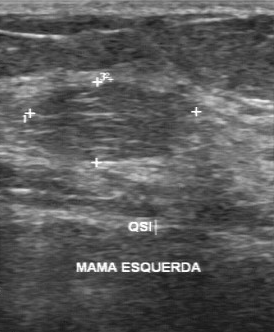
Imaging: breast ultrasound image.
FINDINGS: Breast ultrasound image. Calcifications: absent. Contour: partially regular. Lesion boundary: fairly clear. Internal echoes: heterogeneous.